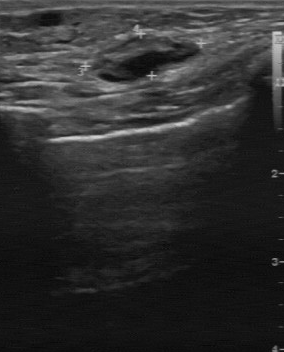
Modality: breast sonogram.
- outcome on biopsy or follow-up: benign
- BI-RADS category: 2